Modality: breast ultrasound. Scanner: GE Logiq 7 @10-14MHz.
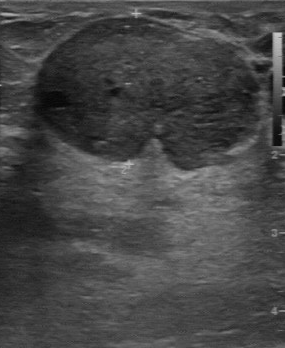
FINDINGS: Breast ultrasound. BI-RADS: 3. Pathology: fibroadenoma. Outcome on biopsy or follow-up: benign.
OUTCOME ON BIOPSY OR FOLLOW-UP: benign.